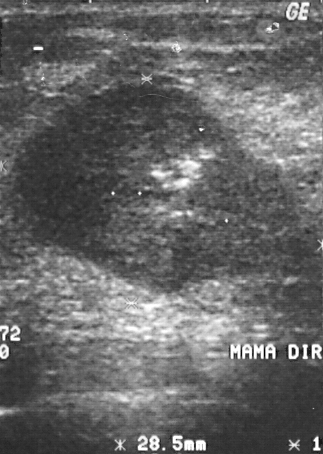
Imaging: breast sonogram.
A breast lesion is seen. BI-RADS category 4. The biopsy result was invasive ductal carcinoma; the breast lesion is malignant.